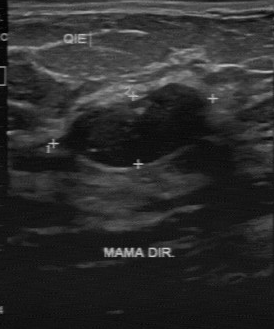
Modality: breast ultrasound scan.
The original reader assigned BI-RADS 3. Descriptors from an independent second read (not the reader who assigned the category): Margin: regular. Its boundary is clear. The mass is hypoechoic. No calcifications are seen. Biopsy showed fibroadenoma, a benign finding.